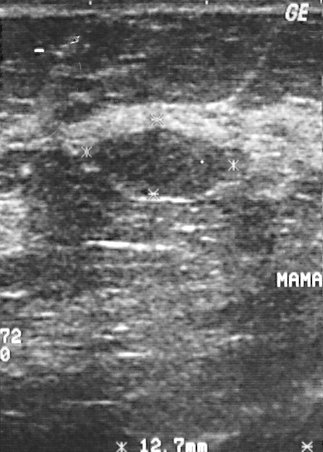
B-mode breast ultrasound.
This finding proved benign on biopsy or follow-up. Biopsy showed fibroadenoma, a benign finding. BI-RADS assessment: 2.